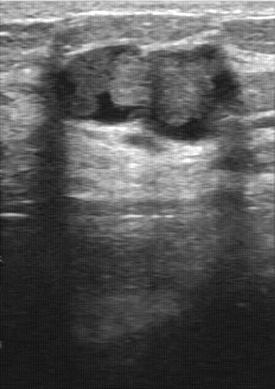
Imaging: breast ultrasound image.
Original-read BI-RADS category: 4. Findings on the second read (an independent reader): a lesion of mixed cystic and solid echotexture, margin partially regular, boundary somewhat unclear. Calcifications: none. The biopsy result was intraductal papilloma; the lesion is benign.